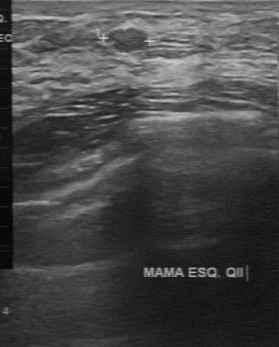
Acquired on GE Logiq 7 @10-14MHz. Imaging: breast ultrasound image.
The breast lesion was assessed as BI-RADS 3 by the original reader. A second reader, independent of the original assessment, describes a slightly hypoechoic breast lesion with a regular margin; the boundary is clear. No calcifications are seen. The biopsy result was cyst; the breast lesion is benign.